Imaging: breast US. Acquired on GE Logiq 7 @10-14MHz.
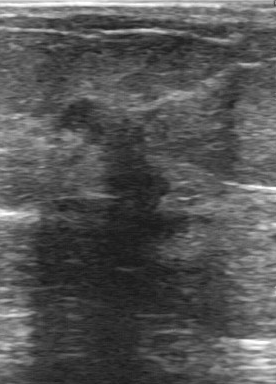
Lesion characteristics:
- lesion boundary: unclear
- calcifications: none
- margin: irregular
- biopsy or follow-up result: malignant
- internal echoes: hypoechoic